Modality: breast ultrasound scan.
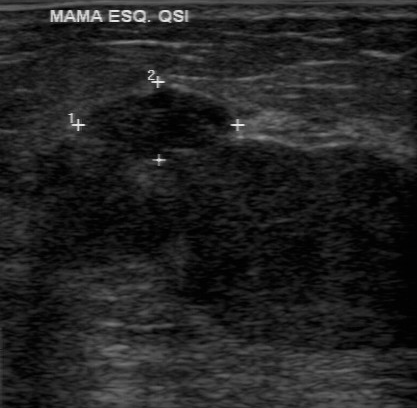
A mass is seen with calcifications: absent, clear boundary, histopathology: phyllodes tumor, hypoechoic internal echoes, regular margin.